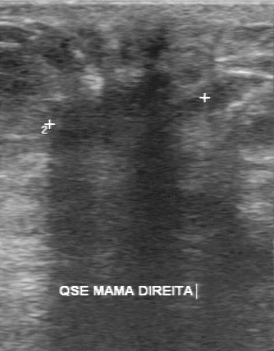
Imaging: breast ultrasound.
This breast ultrasound shows a mass with confirmed outcome (biopsy or follow-up): malignant, BI-RADS category: 5.